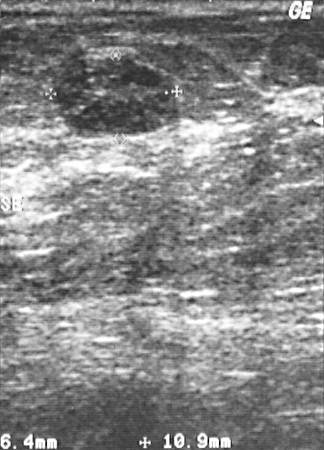
Modality: breast ultrasound scan.
Breast ultrasound scan findings:
- BI-RADS category: 2
- biopsy or follow-up result: benign